Acquired on GE Logiq 5 @10-12MHz. Breast ultrasound scan.
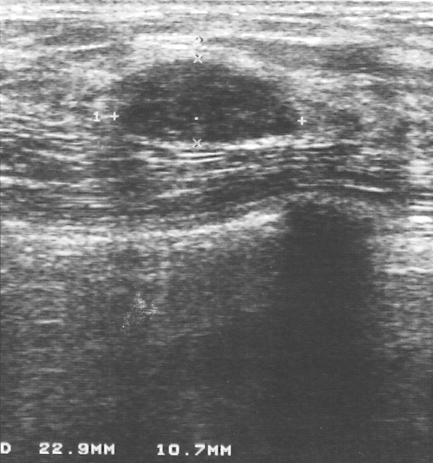
BI-RADS category: 2.